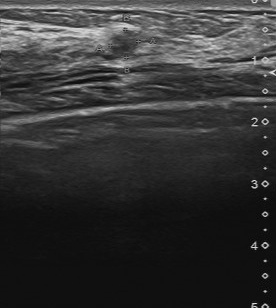
Scanner: Toshiba Aplio 300 @12-14 MHz. B-mode breast ultrasound.
The finding demonstrates pathology: fibrocystic changes, BI-RADS category: 4.